Scanner: GE Logiq 5 @10-12MHz. Imaging: B-mode breast ultrasound.
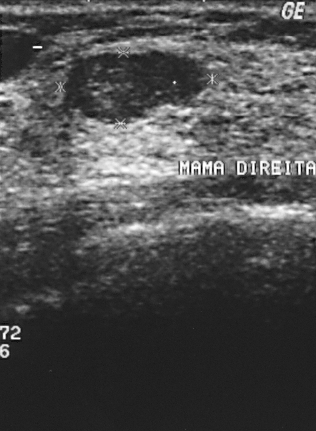
The mass is benign on biopsy or follow-up. BI-RADS 2.